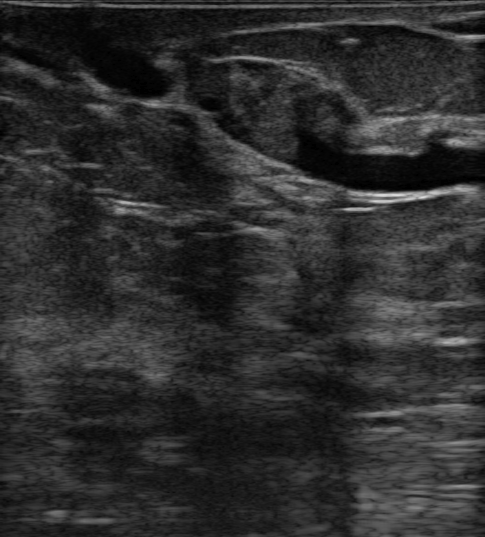
Imaging: B-mode breast ultrasound.
Breast lesion: benign on biopsy or follow-up.